Imaging: breast US. Acquired on GE Logiq 7 @10-14MHz.
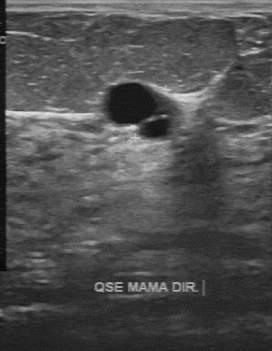
Pathology: sclerosing adenosis. There are no calcifications. Echo pattern is anechoic. Lesion margin: partially regular. The lesion boundary is clear.